Imaging: breast sonogram.
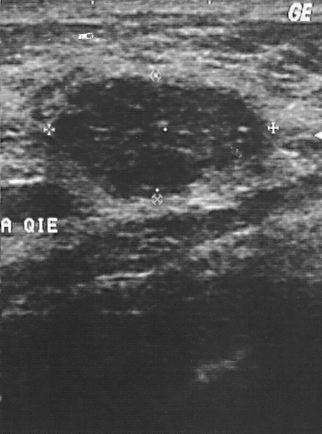
The mass is located within the bounding box x1=54, y1=78, x2=261, y2=197.